B-mode breast ultrasound.
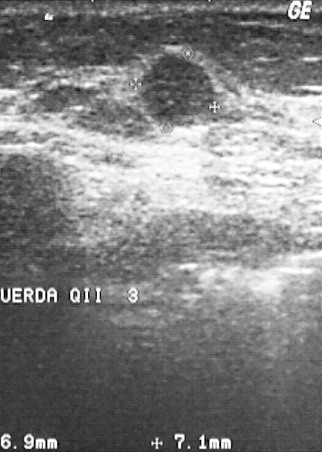
Assigned BI-RADS 3.
Outcome on biopsy or follow-up: malignant.
Biopsy showed papillary carcinoma, a malignant finding.